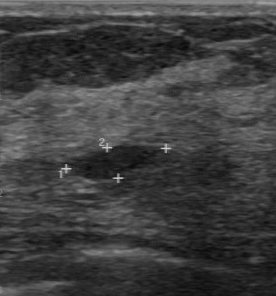
Scanner: GE Logiq 7 @10-14MHz. Imaging: B-mode breast ultrasound.
Segment the breast lesion: bounding box top-left (73, 146), bottom-right (149, 179).